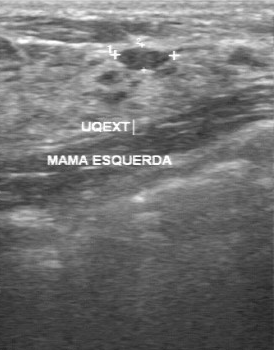
B-mode breast ultrasound.
Original-read BI-RADS category: 2. Descriptors from an independent second read (not the reader who assigned the category): Boundary: clear. The breast lesion has a regular margin. There are no calcifications. Internally the breast lesion is slightly hypoechoic. Biopsy showed proliferative lesions, a benign finding.